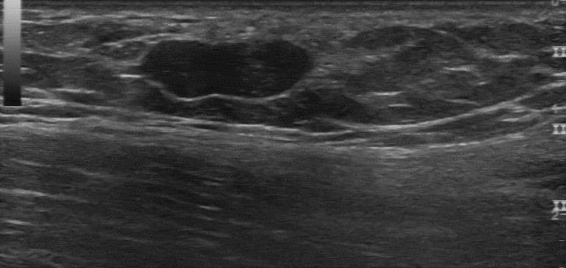
Modality: breast ultrasound.
Biopsy or follow-up result: benign. BI-RADS 2.